Imaging: breast ultrasound.
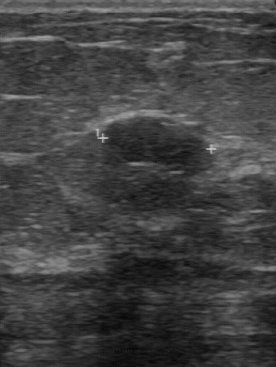
Coordinates are pixels in the 276x367 image. The breast lesion occupies approximately (104,116)-(209,171). The breast lesion is benign on biopsy or follow-up.